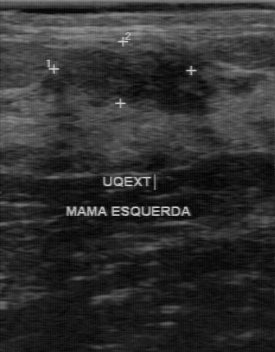
Breast ultrasound scan.
Internal echoes: hypoechoic. Outcome on biopsy or follow-up: benign. Boundary: fairly clear. Lesion margin: regular. Calcifications: none.